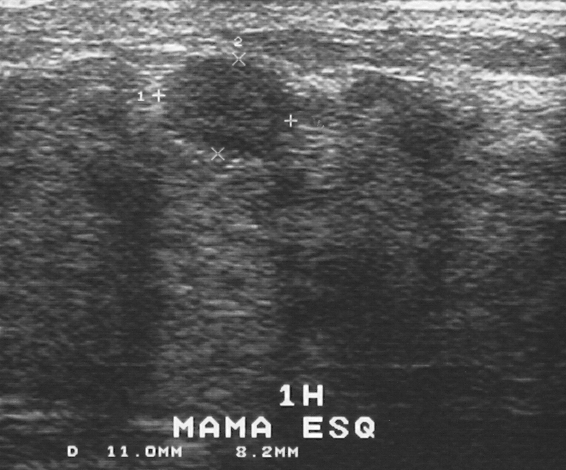
Breast ultrasound.
Assigned BI-RADS 2. Biopsy showed fibroadenoma, a benign finding. The breast lesion is benign on biopsy or follow-up.